Modality: breast ultrasound.
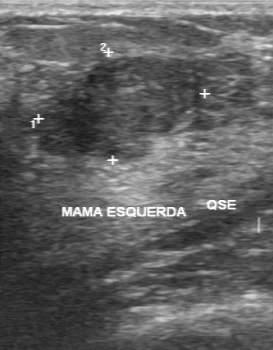
Echo pattern is slightly hypoechoic. BI-RADS (second read) is 3. The original BI-RADS is 3.